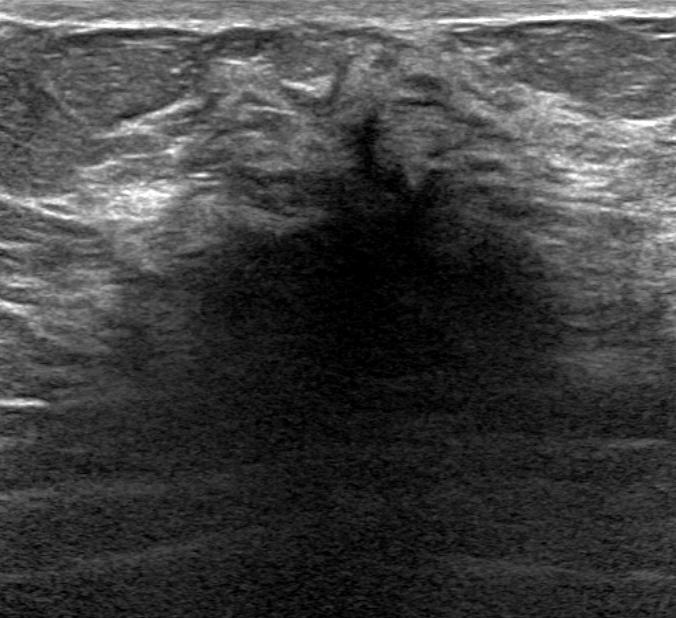
Breast sonogram.
The mass is malignant on biopsy or follow-up.